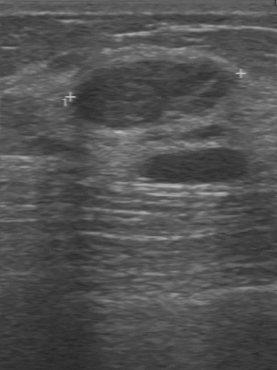
Breast ultrasound image.
BI-RADS 2 in the original read; on a second read the margin is regular, the boundary clear and the breast lesion hypoechoic. There are no calcifications. Pathology confirmed benign fibroadenoma.